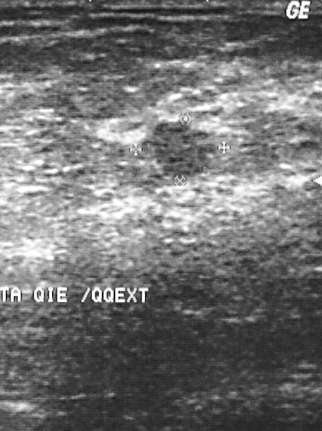
Breast ultrasound image.
Assigned BI-RADS 4.
This lesion proved benign on biopsy or follow-up.
Histopathology: fibroadenoma (benign).